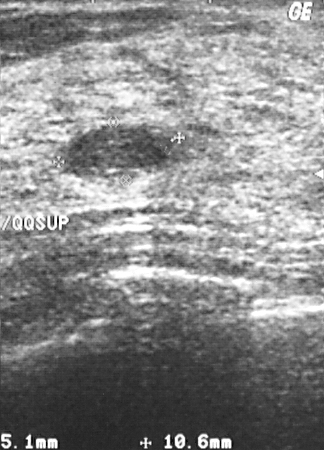
Imaging: breast sonogram.
Lesion characteristics:
- BI-RADS category: 2
- biopsy result: fibroadenoma
- outcome on biopsy or follow-up: benign